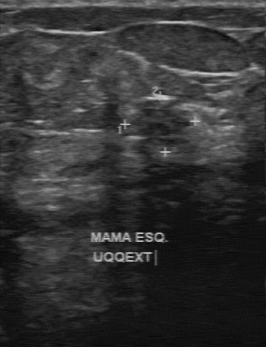
Modality: B-mode breast ultrasound.
BI-RADS 4 in the original read. On a second, independent read, a lesion with a partially regular margin and a somewhat unclear boundary is seen; it is slightly hypoechoic. Pathology confirmed benign fibroadenoma.